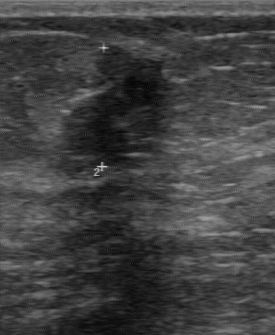
Breast US.
The lesion was assessed as BI-RADS 4 by the original reader. On a second read by an independent reader: The margin is partially regular. Its boundary is clear. Echo pattern: heterogeneous. Calcifications: none. Biopsy showed fibroadenoma, a benign finding.